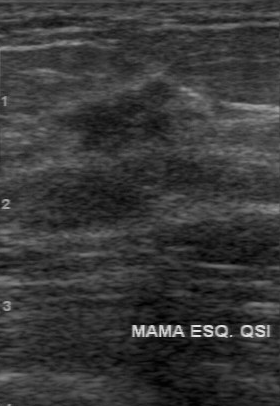
Breast ultrasound image.
The breast lesion was assessed as BI-RADS 5 by the original reader.
A second, independent read describes the breast lesion as follows.
There are no calcifications.
Echo pattern: slightly hypoechoic.
Boundary: unclear.
Margin: irregular.
Histopathology: invasive ductal carcinoma (malignant).